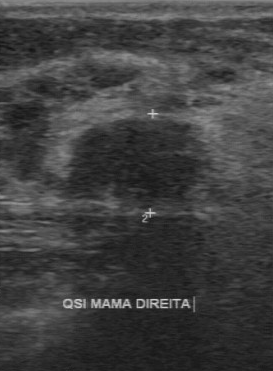
Imaging: breast sonogram.
Pixel coordinates (x1, y1, x2, y2): The finding is located within the bounding box (56, 116) to (210, 213).